Breast sonogram. Acquired on GE Logiq 5 @10-12MHz.
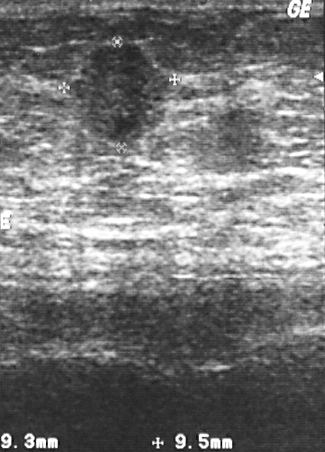
(coordinates in a 325x452 pixel frame) The lesion is located within the bounding box top-left (68, 44), bottom-right (176, 150).